Breast ultrasound.
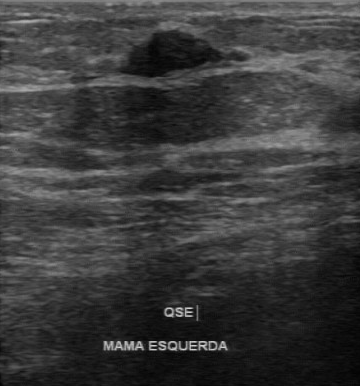
(coordinates in a 360x386 pixel frame) The breast lesion is located within the bounding box top-left (123, 30), bottom-right (222, 77).